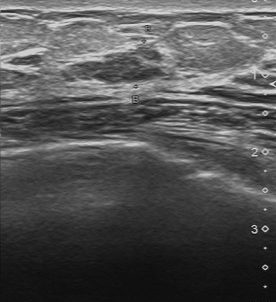
Imaging: breast ultrasound scan.
Lesion: benign on biopsy or follow-up.